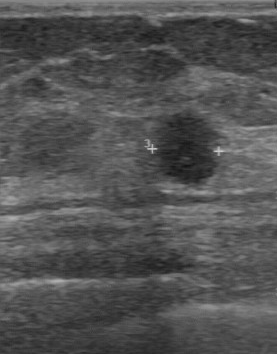
Breast sonogram.
A breast lesion is seen with independent BI-RADS assessment: 4A, confirmed outcome (biopsy or follow-up): malignant, clear boundary.